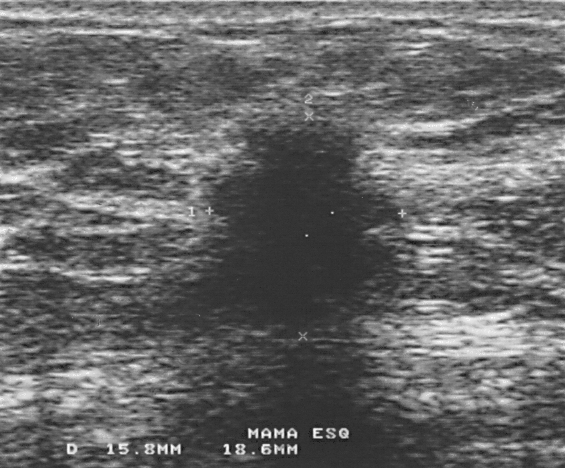
Modality: breast ultrasound scan. Acquired on GE Logiq 5 @10-12MHz.
Assigned BI-RADS 4.
Biopsy showed invasive ductal carcinoma, a malignant finding.
The breast lesion is malignant on biopsy or follow-up.